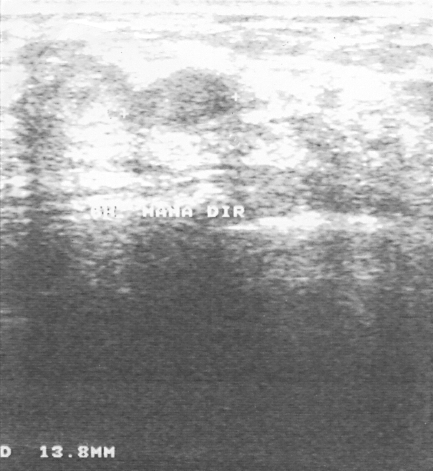
Breast sonogram. Scanner: GE Logiq 5 @10-12MHz.
Finding: breast lesion, benign on biopsy or follow-up.